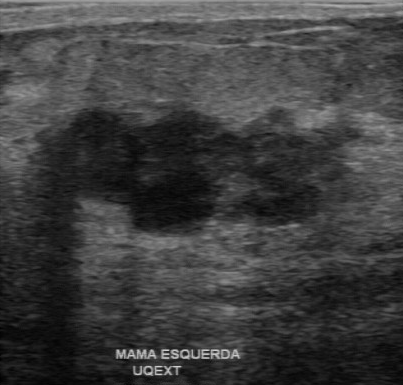
Breast US.
Lesion region of interest: (23, 107) to (359, 240). The mass is malignant on biopsy or follow-up. BI-RADS 4.